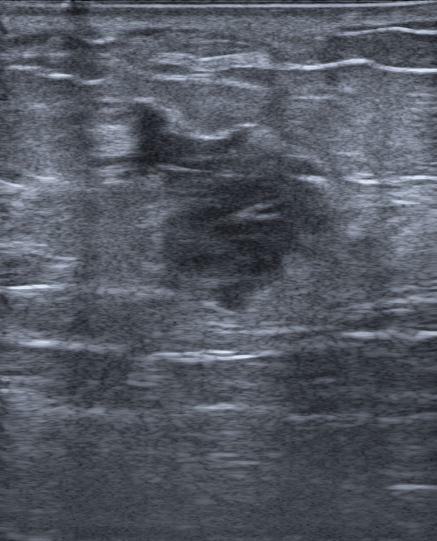
42-year-old patient. Breast ultrasound scan.
This breast ultrasound scan shows a finding with echogenic halo: absent, irregular lesion shape, biopsy or follow-up result: malignant, not circumscribed - angular and microlobulated and indistinct borders, verification: confirmed by biopsy, hypoechoic echotexture, BI-RADS category: 4C, calcifications: none, posterior features: none.